Breast ultrasound image.
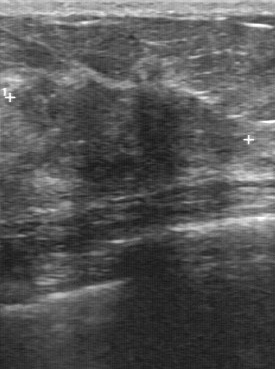
FINDINGS: Breast ultrasound image. BI-RADS (first reader): 5. Independent BI-RADS assessment: 4B. Lesion margin: irregular. Boundary: unclear. Internal echoes: hypoechoic. Confirmed outcome (biopsy or follow-up): malignant. Calcifications: multiple calcifications.